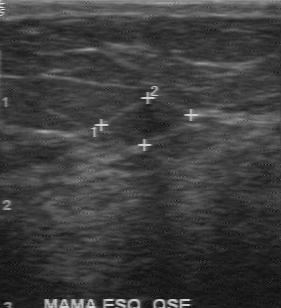
Breast ultrasound image. Scanner: GE Logiq 7 @10-14MHz.
Lesion characteristics:
- outcome on biopsy or follow-up: benign
- BI-RADS assessment: 2